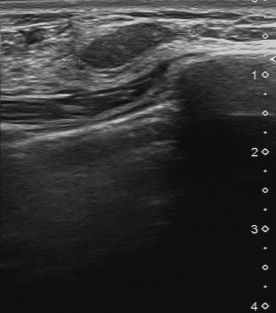
Imaging: B-mode breast ultrasound.
This B-mode breast ultrasound shows a mass, benign on biopsy or follow-up.